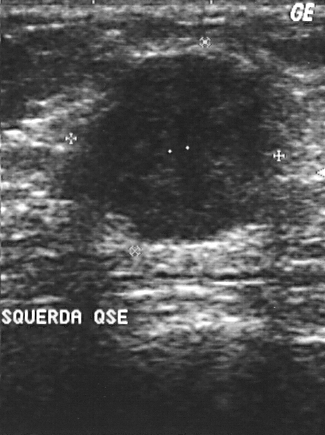
Breast ultrasound.
The mass is malignant on biopsy or follow-up. BI-RADS 4.